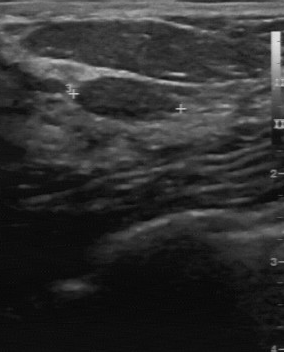
Imaging: breast ultrasound.
BI-RADS 3 in the original read. The following findings are from a second reader, independent of the original assessment. Margin: regular. Its boundary is clear. The mass is slightly hypoechoic. No calcifications are seen. Biopsy showed fibroadenoma, a benign finding.